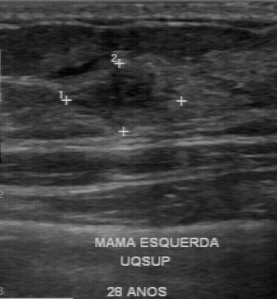
Imaging: breast ultrasound image. Acquired on GE Logiq 7 @10-14MHz.
The breast lesion was categorized BI-RADS 4 in the original read. A second, independent read describes the breast lesion as follows. The breast lesion has a partially regular margin. Boundary: somewhat unclear. The breast lesion is hypoechoic. No calcifications are seen. Histopathology: sclerosing adenosis (benign).